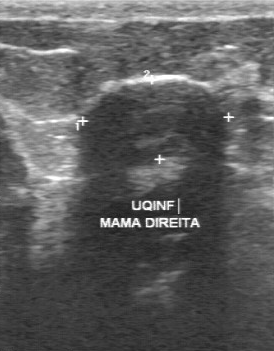
Breast ultrasound image. Acquired on GE Logiq 7 @10-14MHz.
BI-RADS: 3.